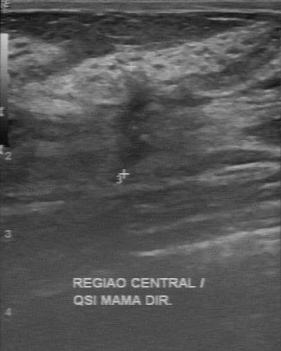
Breast ultrasound image.
FINDINGS: Breast ultrasound image. BI-RADS: 4.
OUTCOME ON BIOPSY OR FOLLOW-UP: benign.